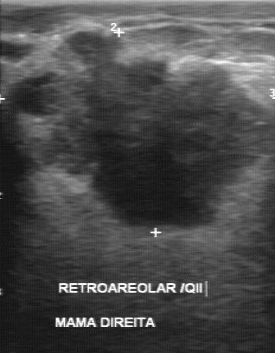
Acquired on GE Logiq 7 @10-14MHz. Modality: breast US.
Coordinates are pixels in the 275x353 image. The breast lesion is located within the bounding box 10 32 268 230. The breast lesion is malignant on biopsy or follow-up.